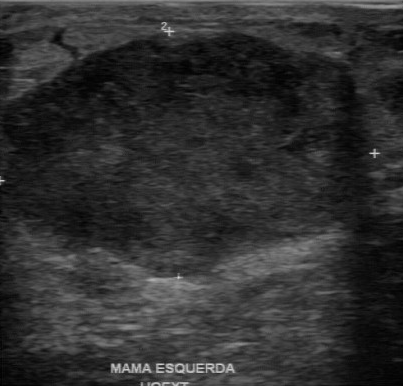
Breast US.
The lesion is malignant on biopsy or follow-up.